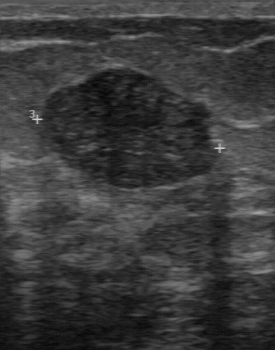
Scanner: GE Logiq 7 @10-14MHz. Modality: breast ultrasound image.
Lesion boundary: clear. Contour: regular. Calcifications: absent. Echo pattern: hypoechoic.
OUTCOME ON BIOPSY OR FOLLOW-UP: benign.